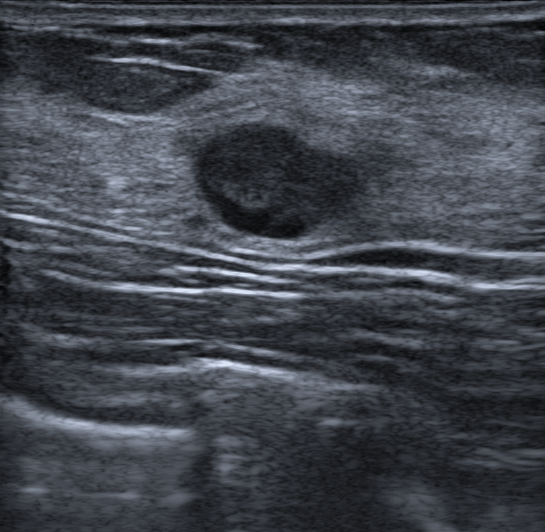
Modality: B-mode breast ultrasound.
Pixel coordinates (x1, y1, x2, y2): The lesion occupies approximately 195 121 371 244. BI-RADS 4A.